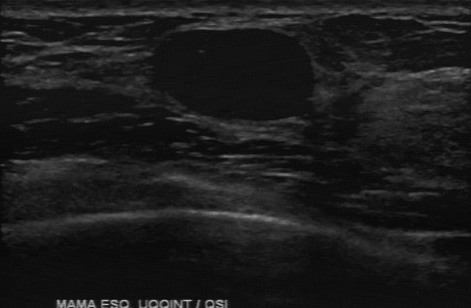
Scanner: GE Logiq 7 @10-14MHz. Imaging: breast ultrasound image.
Finding: lesion, benign on biopsy or follow-up.